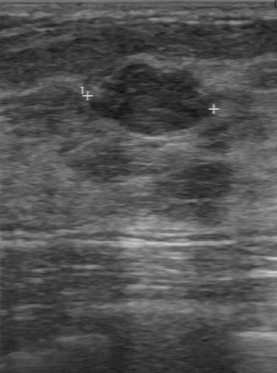
Modality: B-mode breast ultrasound.
The mass demonstrates biopsy result: fibroadenoma, BI-RADS: 3, biopsy or follow-up result: benign.